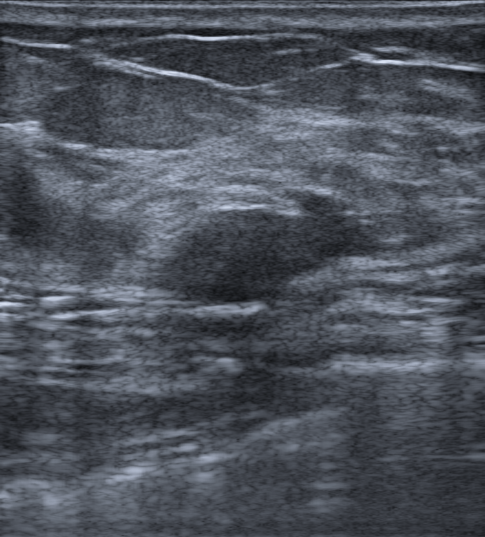
Modality: breast US. 52-year-old patient.
The margin is circumscribed. No posterior acoustic features are seen. Echogenicity: hypoechoic. The mass appears oval. Echogenic halo: absent. No skin thickening is seen. No calcifications are seen. Radiologic interpretation: Fibroadenoma; Intraductal papilloma. BI-RADS category 4A.